Modality: B-mode breast ultrasound.
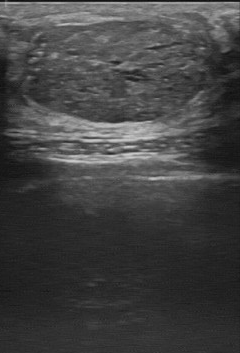
This B-mode breast ultrasound shows a finding, benign on biopsy or follow-up.